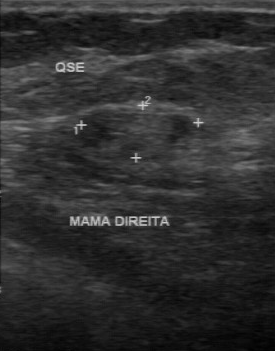
B-mode breast ultrasound.
A mass is seen with calcifications: absent, isoechoic internal echoes, partially regular contour, fairly clear lesion boundary.